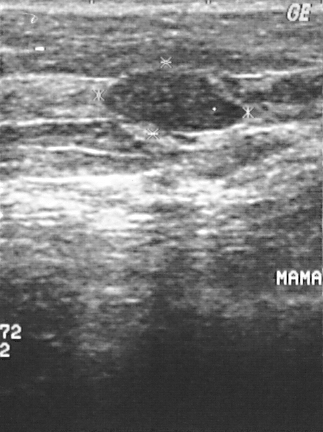
Acquired on GE Logiq 5 @10-12MHz. Imaging: breast sonogram.
The lesion is assessed as BI-RADS 2. The biopsy result was fibroadenoma; the lesion is benign. The lesion is benign on biopsy or follow-up.